Modality: breast ultrasound scan.
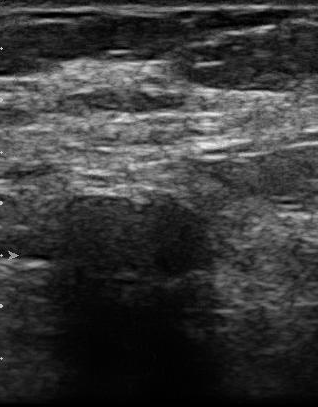
The echogenicity is hypoechoic. Biopsy result is fibroadenoma. The lesion boundary is fairly clear. There are no calcifications. The contour is regular.